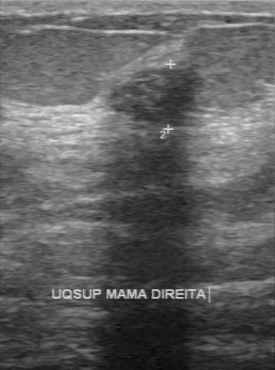
Breast sonogram.
The breast lesion was categorized BI-RADS 3 in the original read. The following findings are from a second reader, independent of the original assessment. Its boundary is clear. Echo pattern: hypoechoic. The breast lesion has a regular margin. There are no calcifications. Histopathology: fibroadenoma (benign).